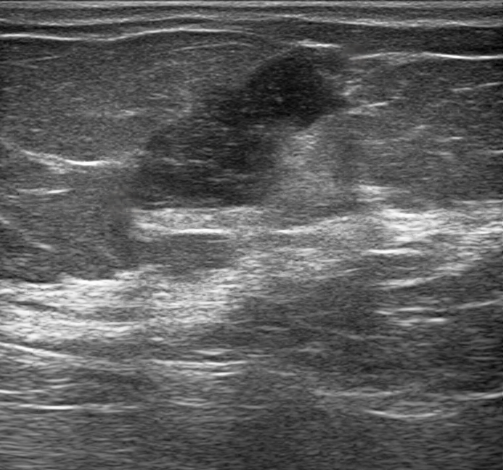
Imaging: B-mode breast ultrasound.
An irregular, heterogeneous lesion with non-circumscribed (angular and indistinct) margins is seen. There is posterior acoustic enhancement. No echogenic halo is seen. BI-RADS assessment: 4C; biopsy or follow-up result: malignant. Radiologic interpretation: Suspicion of malignancy; Fibroadenoma; Intraductal papilloma.